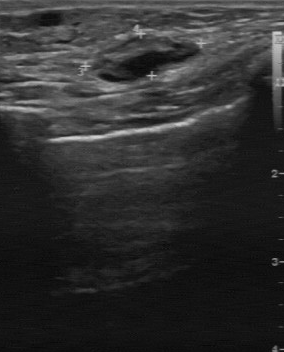
Modality: breast sonogram.
This breast sonogram shows a lesion with second-reader BI-RADS: 3, clear lesion boundary, regular lesion margin, BI-RADS (first reader): 2, calcifications: none, heterogeneous echo pattern.